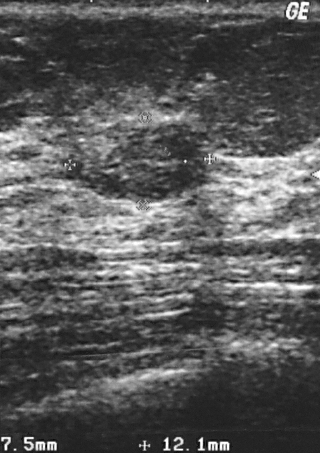
B-mode breast ultrasound.
This B-mode breast ultrasound shows a lesion. BI-RADS category 3. Biopsy showed fibrocystic changes, a benign finding.